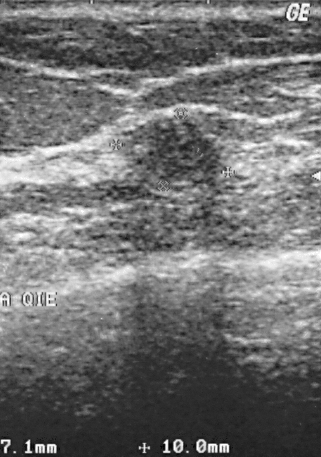
Modality: breast US.
Lesion characteristics:
- BI-RADS category: 2
- outcome on biopsy or follow-up: benign